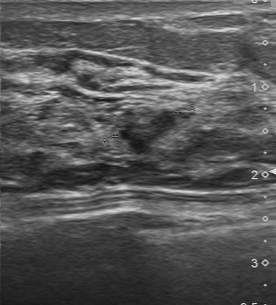
Breast sonogram.
Original-read BI-RADS category: 4. On a second, independent read, a mass with a partially regular margin and a somewhat unclear boundary is seen; it is slightly hypoechoic. There are no calcifications. Pathology confirmed malignant invasive ductal carcinoma.